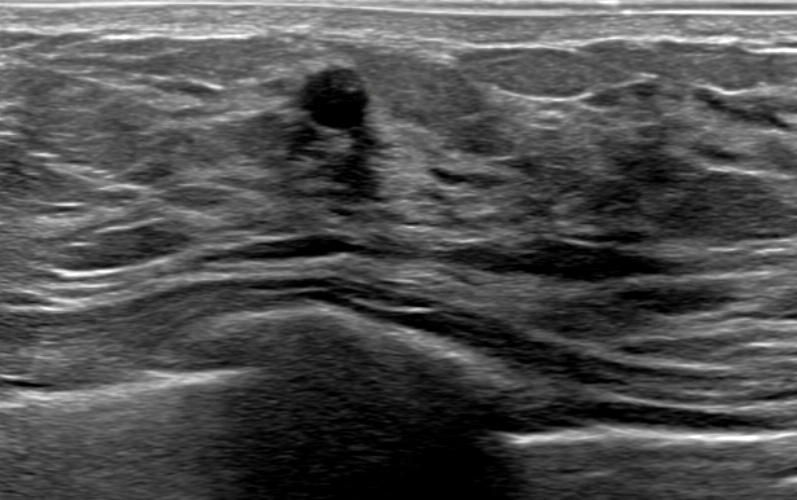
B-mode breast ultrasound.
Outcome on biopsy or follow-up: benign. BI-RADS 4C.